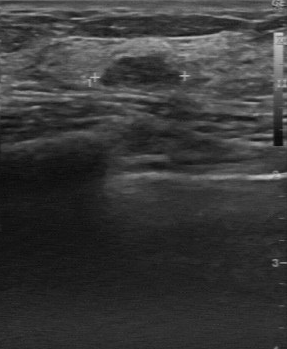
Scanner: GE Logiq 7 @10-14MHz. B-mode breast ultrasound.
This B-mode breast ultrasound shows a breast lesion with slightly hypoechoic echo pattern, calcifications: none, partially regular margin, fairly clear boundary.